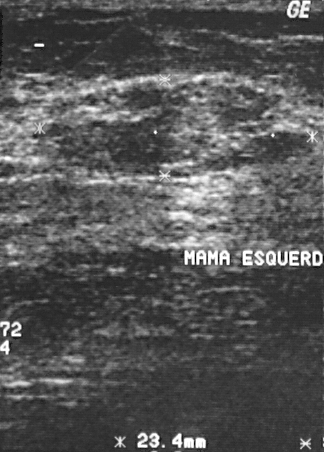
Acquired on GE Logiq 5 @10-12MHz. Imaging: B-mode breast ultrasound.
FINDINGS: Outcome on biopsy or follow-up: benign. BI-RADS assessment: 3.
OUTCOME ON BIOPSY OR FOLLOW-UP: benign.